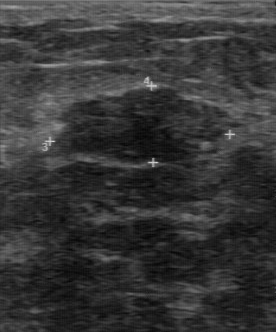
Imaging: breast ultrasound.
Breast ultrasound findings:
- outcome on biopsy or follow-up: benign
- pathology: fibroadenoma
- BI-RADS assessment: 4